Modality: breast sonogram. Acquired on GE Logiq 5 @10-12MHz.
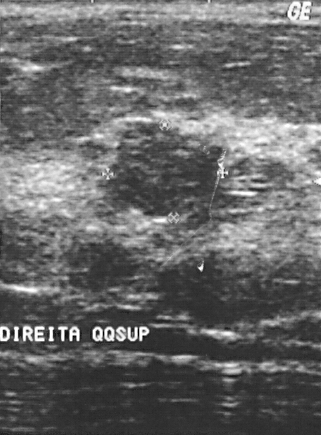
Biopsy or follow-up result: benign.